Breast sonogram. Background echotexture is heterogeneous: predominantly fat. 58-year-old patient.
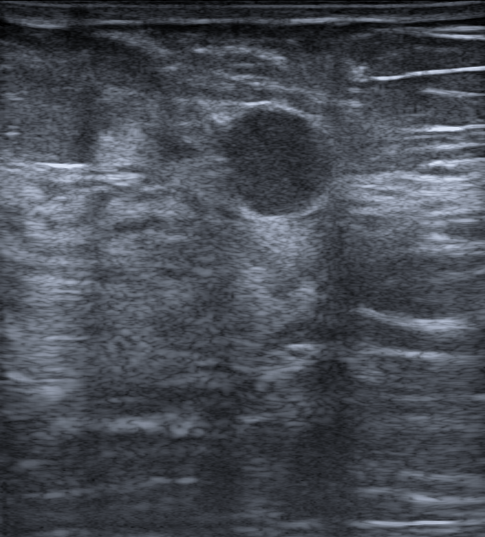
Finding: lesion, benign on biopsy or follow-up. BI-RADS 3.